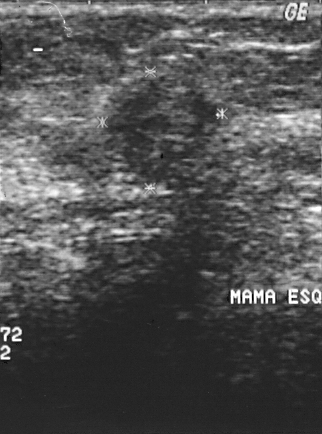
Imaging: breast sonogram.
This breast sonogram shows a mass. BI-RADS category 4. Pathology confirmed malignant invasive ductal carcinoma.